Modality: breast sonogram.
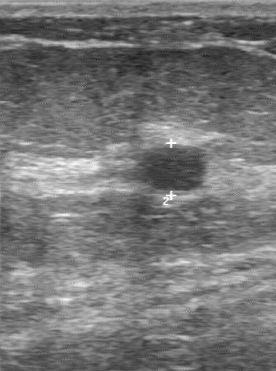
FINDINGS: Biopsy or follow-up result: benign. BI-RADS assessment: 3.
OUTCOME ON BIOPSY OR FOLLOW-UP: benign.